Imaging: breast ultrasound. Acquired on GE Logiq 7 @10-14MHz.
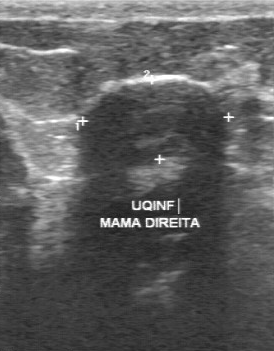
FINDINGS: Breast ultrasound. Original BI-RADS: 3. Pathology: fibroadenoma. Second-reader BI-RADS: 4A. Contour: regular. Confirmed outcome (biopsy or follow-up): benign.
OUTCOME ON BIOPSY OR FOLLOW-UP: benign.